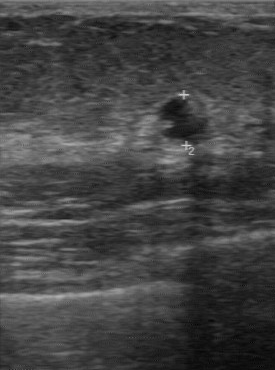
Imaging: breast ultrasound image.
There are no calcifications. Lesion margin: partially regular. Boundary: clear. Echo pattern is hypoechoic. Outcome on biopsy or follow-up is benign.